Modality: breast sonogram.
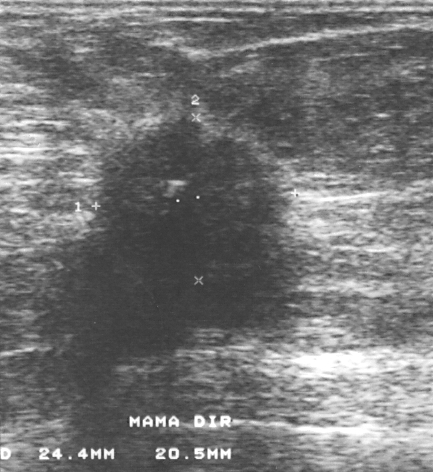
Biopsy showed invasive ductal carcinoma. BI-RADS assessment: 4. This lesion proved malignant on biopsy or follow-up.